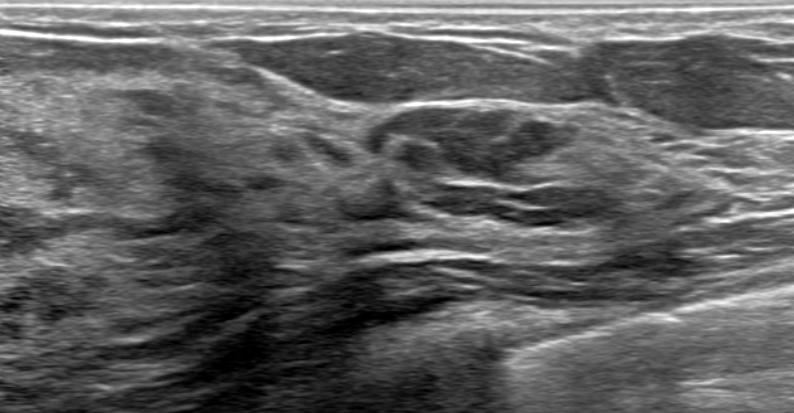
Breast sonogram.
This breast sonogram shows a breast lesion, benign on biopsy or follow-up. (BI-RADS category 4A.)